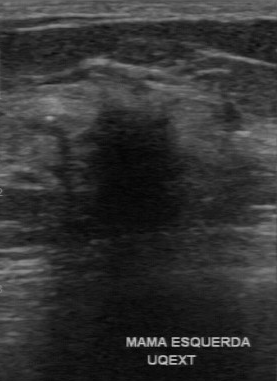
Imaging: breast US.
The original reader assigned BI-RADS 5. Findings on the second read (an independent reader): a hypoechoic finding, margin irregular, boundary unclear. There are no calcifications. The biopsy result was invasive ductal carcinoma; the finding is malignant.